Modality: breast ultrasound.
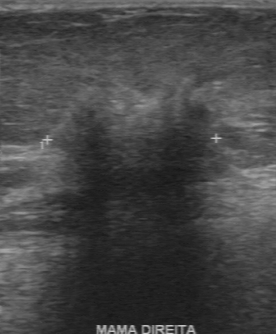
The original reader assigned BI-RADS 4. On a second, independent read, a finding with an irregular margin and an unclear boundary is seen; it is heterogeneous. Calcifications: none. Pathology confirmed malignant invasive ductal carcinoma.